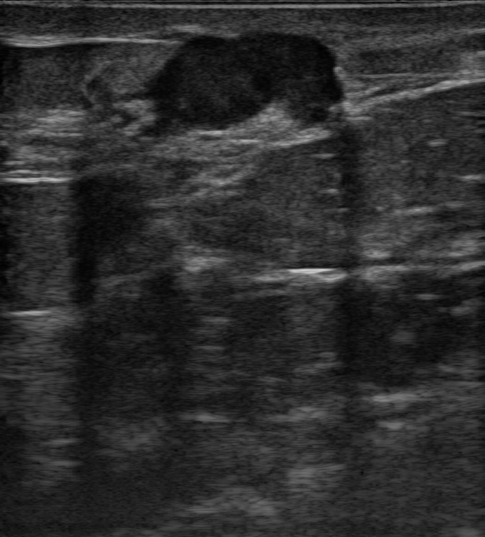
Imaging: breast sonogram.
There is an oval mass that is hypoechoic, with margins that are not circumscribed (indistinct). There are no posterior acoustic features. Calcifications are present within the mass. No echogenic halo is seen. BI-RADS 4B; outcome on biopsy or follow-up: malignant. Radiologist's impression: Suspicion of malignancy; Cyst filled with thick fluid; Dysplasia; Fibroadenoma. Biopsy confirmed invasive carcinoma of no special type (NST).